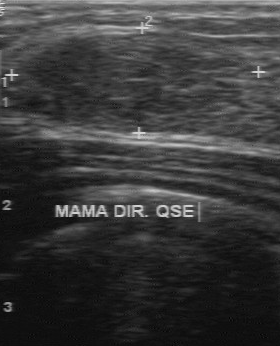
Breast ultrasound.
The mass was categorized BI-RADS 3 in the original read. On a second read by an independent reader: The margin is regular. Boundary: clear. Internally the mass is hypoechoic. No calcifications are seen. Biopsy showed fibroadenoma, a benign finding.